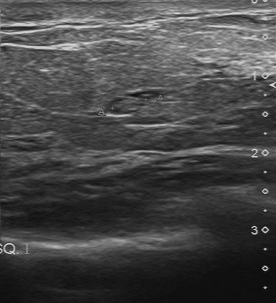
Breast US.
The finding demonstrates regular lesion margin, original BI-RADS: 4, BI-RADS on independent re-read: 3, slightly hypoechoic internal echoes, fairly clear lesion boundary.